Scanner: GE Logiq 5 @10-12MHz. Modality: breast ultrasound.
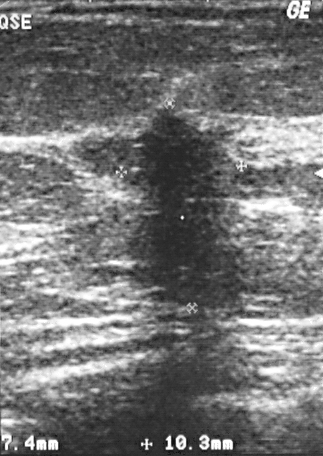
Breast lesion: malignant on biopsy or follow-up. (BI-RADS category 5.)